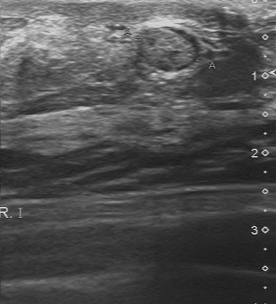
Modality: B-mode breast ultrasound.
The original reader assigned BI-RADS 3. Descriptors from an independent second read (not the reader who assigned the category): Margin: regular. The lesion boundary is clear. Echo pattern: isoechoic. Calcifications: none. The biopsy result was hyperplasia; the breast lesion is benign.